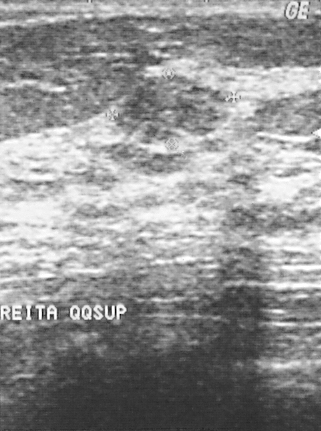
Modality: breast ultrasound image.
This breast ultrasound image shows a mass. Assessment: BI-RADS 2. The biopsy result was fibroadenoma; the mass is benign.